Breast ultrasound scan.
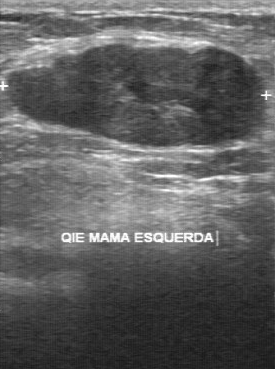
BI-RADS 3 in the original read. A second reader, independent of the original assessment, describes a hypoechoic finding with a partially regular margin; the boundary is fairly clear. There are no calcifications. Histopathology: fibroadenoma (benign).